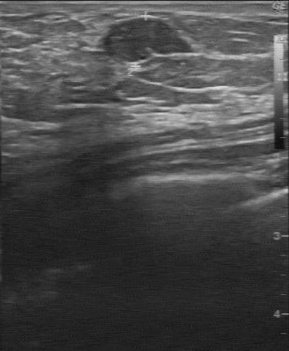
B-mode breast ultrasound.
BI-RADS 3 in the original read. A second reader, independent of the original assessment, describes a slightly hypoechoic finding with a regular margin; the boundary is clear. Pathology confirmed benign sclerosing adenosis.